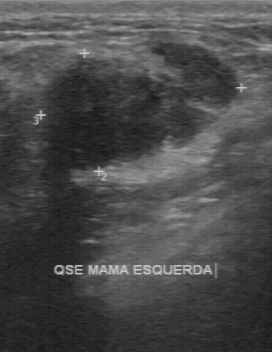
Modality: breast ultrasound image. Acquired on GE Logiq 7 @10-14MHz.
Lesion characteristics:
- calcifications: absent
- lesion boundary: somewhat unclear
- margin: partially regular
- echogenicity: heterogeneous
- biopsy result: fibroadenoma